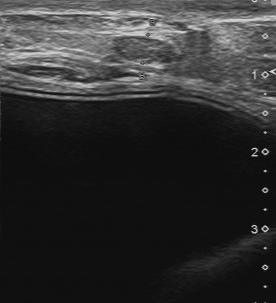
Acquired on Toshiba Aplio 300 @12-14 MHz. B-mode breast ultrasound.
There are no calcifications. The boundary is clear. The contour is regular. The echogenicity is slightly hypoechoic.